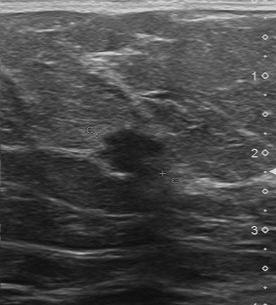
Imaging: B-mode breast ultrasound.
BI-RADS on independent re-read: 4A. The BI-RADS (first reader) is 5.